Breast sonogram.
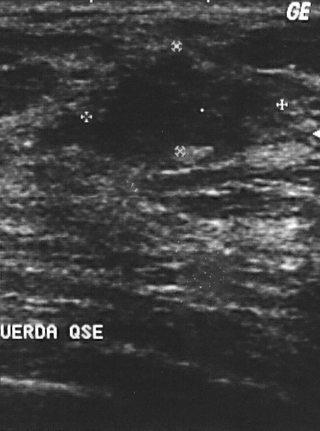
Assigned BI-RADS 4. The mass is benign on biopsy or follow-up. The biopsy result was fibroadenoma; the mass is benign.